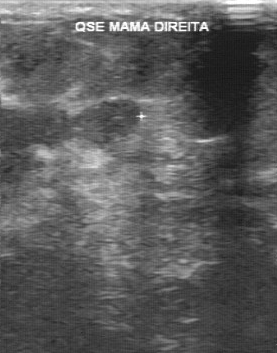
Modality: breast ultrasound scan.
The breast lesion occupies approximately x1=10, y1=39, x2=263, y2=277. The breast lesion is malignant on biopsy or follow-up. BI-RADS 5.